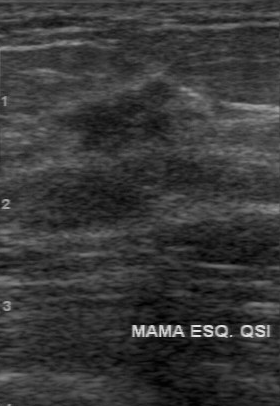
Modality: breast sonogram.
Lesion characteristics:
- BI-RADS (first reader): 5
- echo pattern: slightly hypoechoic
- independent BI-RADS assessment: 4B
- outcome on biopsy or follow-up: malignant